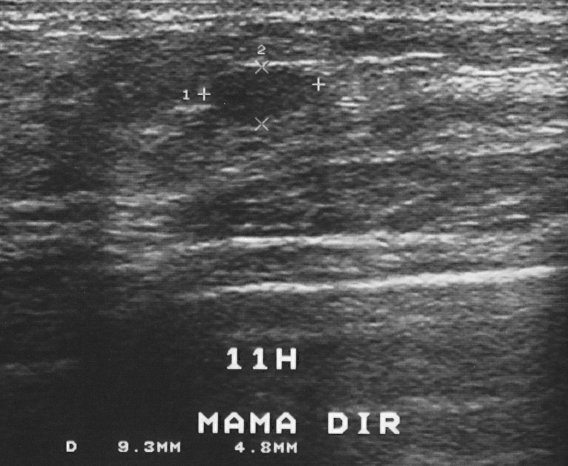
Breast US.
(coordinates in a 568x466 pixel frame) Segment the mass: bounding box (213, 70) to (307, 123).